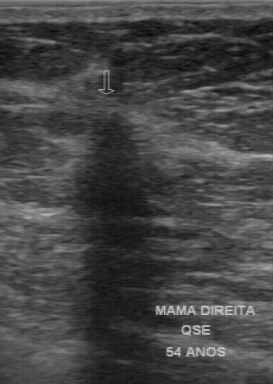
Modality: B-mode breast ultrasound.
FINDINGS: B-mode breast ultrasound. BI-RADS category: 4. Pathology: invasive ductal carcinoma.
OUTCOME ON BIOPSY OR FOLLOW-UP: malignant.